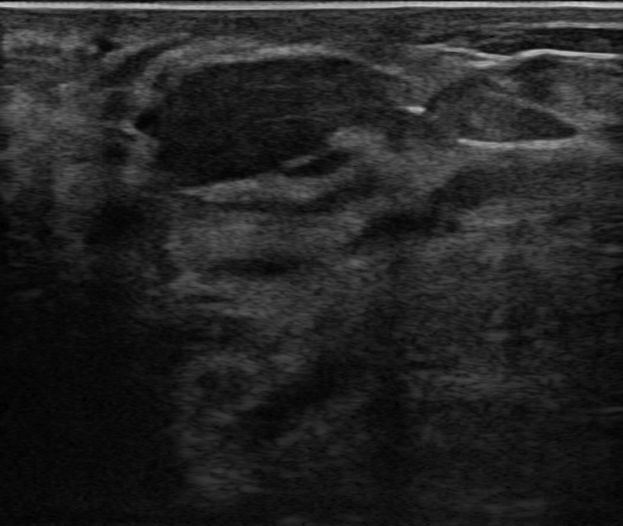
Modality: B-mode breast ultrasound. Background tissue composition: homogeneous: fibroglandular.
This B-mode breast ultrasound shows a breast lesion, benign on biopsy or follow-up. BI-RADS 4A.